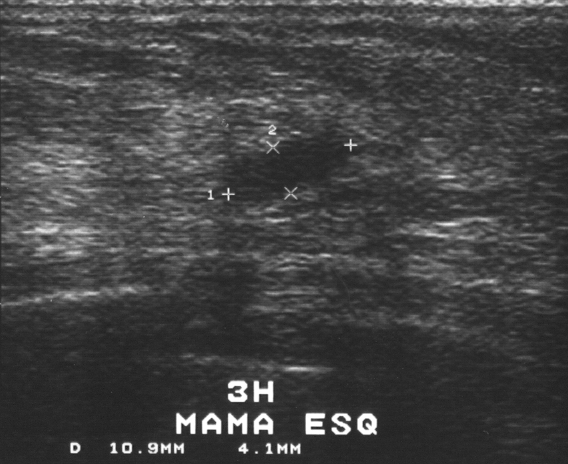
Imaging: breast ultrasound.
A finding is present on this breast ultrasound. It was assessed as BI-RADS 3. Biopsy showed fibroadenoma, a benign finding.